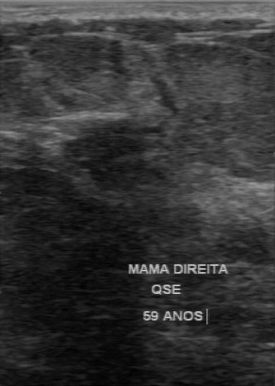
Modality: breast ultrasound.
A lesion is seen with second-reader BI-RADS: 3, regular contour, biopsy result: fibroadenoma, calcifications: none.